Modality: breast US.
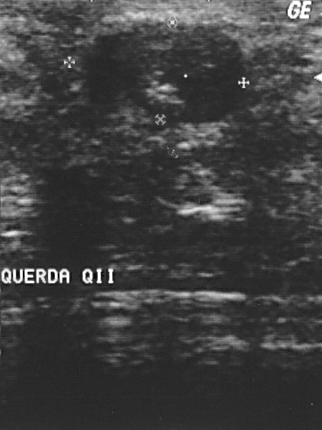
Coordinates are pixels in the 322x430 image. Breast lesion bounding box: x1=94, y1=23, x2=241, y2=121.